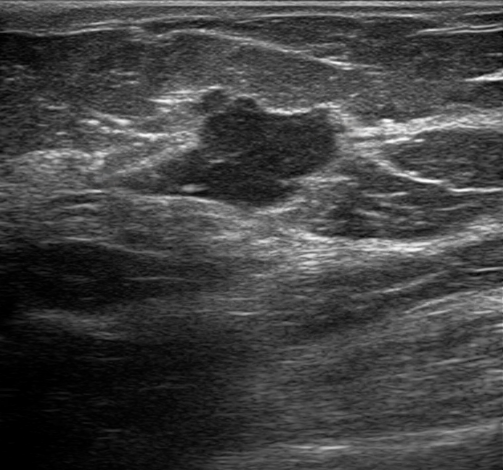
Imaging: breast ultrasound image.
The finding occupies approximately [113, 89, 363, 224]. The finding is malignant on biopsy or follow-up.